Acquired on GE Logiq 7 @10-14MHz. Modality: breast sonogram.
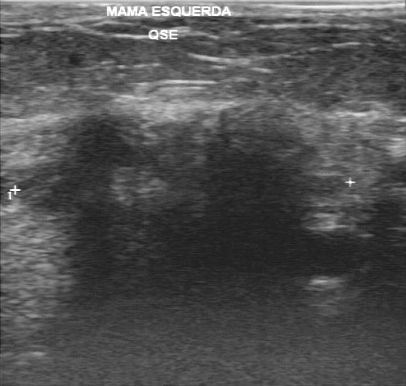
Biopsy or follow-up result: malignant.